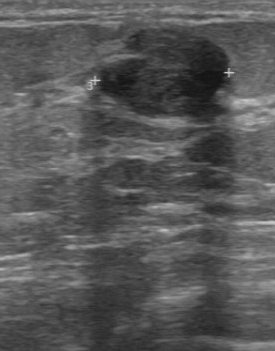
Imaging: breast ultrasound. Acquired on GE Logiq 7 @10-14MHz.
The BI-RADS on independent re-read is 3. No calcifications are seen.